Breast ultrasound image.
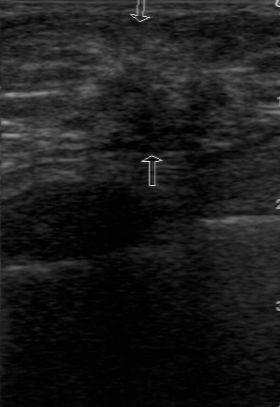
FINDINGS: BI-RADS category: 4.
OUTCOME ON BIOPSY OR FOLLOW-UP: malignant.